Modality: breast sonogram. Scanner: GE Logiq 5 @10-12MHz.
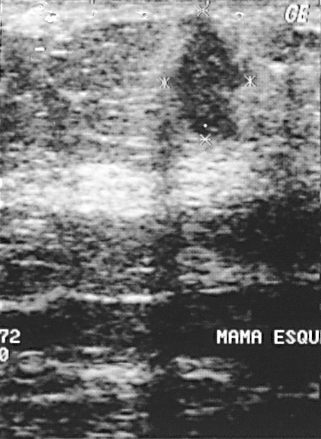
A breast lesion is seen with biopsy or follow-up result: malignant, BI-RADS: 4, pathology: invasive ductal carcinoma.